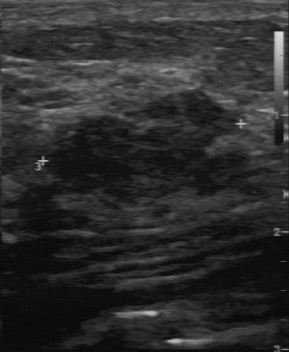
Modality: breast ultrasound.
Pixel coordinates (x1, y1, x2, y2): Finding bounding box: x1=42, y1=90, x2=251, y2=207. The finding is benign on biopsy or follow-up.